Modality: breast US.
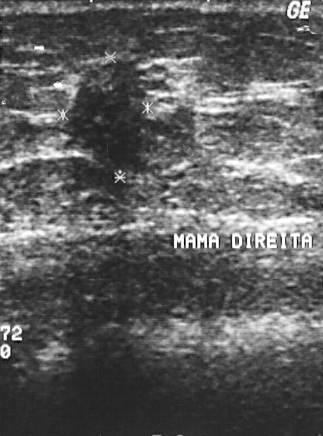
A breast lesion is seen. Assessment: BI-RADS 4. Biopsy showed invasive ductal carcinoma, a malignant finding.